Imaging: breast ultrasound scan.
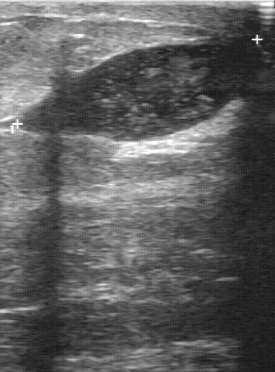
The breast lesion demonstrates histopathology: mastitis, calcifications: suspected, clear lesion boundary, regular lesion margin, heterogeneous echo pattern.